B-mode breast ultrasound. Age 72. Background tissue composition: homogeneous: fat.
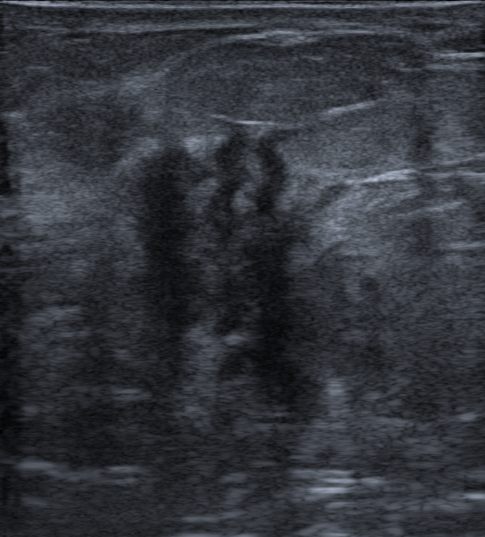
Findings: an irregular lesion of hypoechoic echotexture with non-circumscribed (microlobulated and indistinct) margins. There is posterior acoustic shadowing. An echogenic halo is present. BI-RADS 5; outcome on biopsy or follow-up: malignant. Radiologic interpretation: Suspicion of malignancy. Histopathology: Invasive carcinoma of no special type (NST).